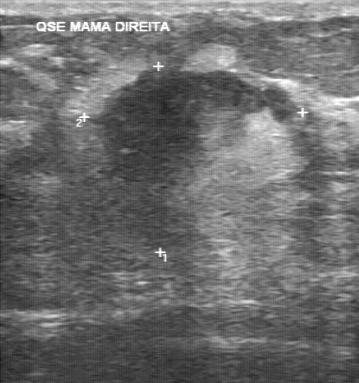
Modality: breast ultrasound image.
This breast ultrasound image shows a mass with BI-RADS (second read): 4B, irregular contour, original BI-RADS: 5.